Modality: B-mode breast ultrasound. Background tissue composition: heterogeneous: predominantly fibroglandular. 63-year-old patient.
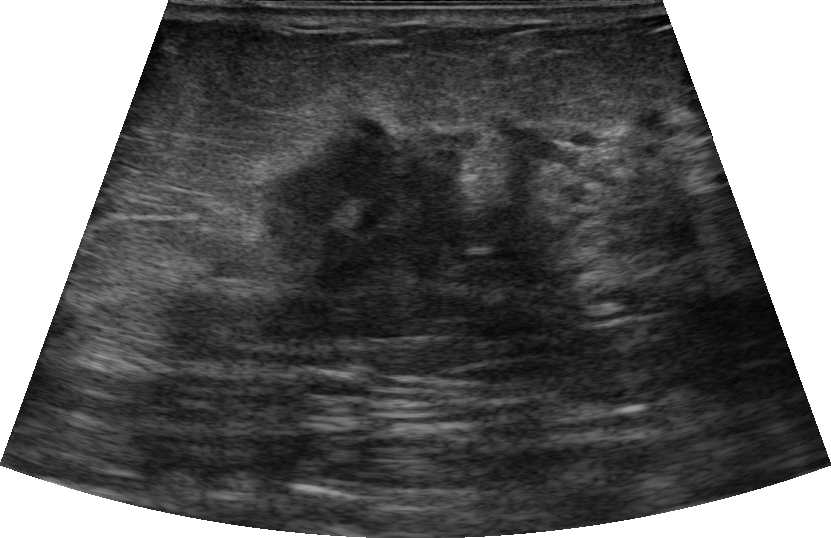
B-mode breast ultrasound findings:
- radiologist impression: Suspicion of malignancy
- lesion shape: irregular
- skin thickening: none
- borders: not circumscribed - angular and indistinct
- echotexture: heterogeneous
- posterior features: absent
- echogenic halo: present
- BI-RADS: 5
- calcifications: none